Modality: breast ultrasound image.
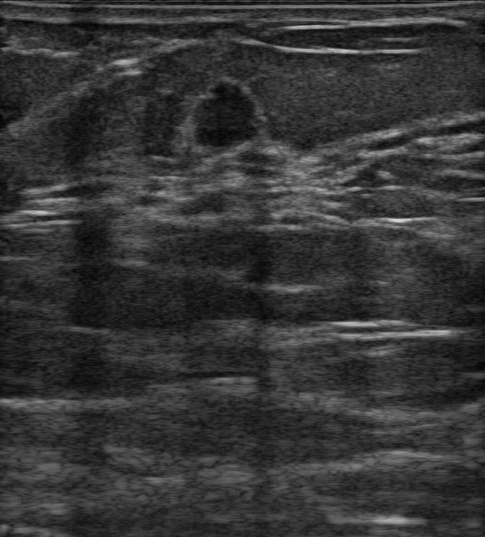
There is a round lesion that is hypoechoic, with circumscribed margins. There are no posterior features. Echogenic halo: present. No skin thickening is seen. BI-RADS 4A; benign on biopsy or follow-up.